Acquired on GE Logiq 7 @10-14MHz. Modality: breast sonogram.
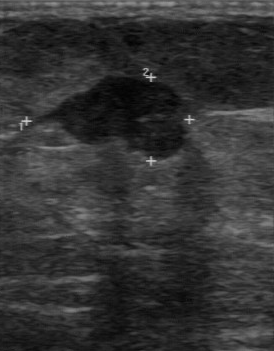
The original reader assigned BI-RADS 4. On a second, independent read, a finding with a partially regular margin and a somewhat unclear boundary is seen; it is hypoechoic. Calcifications: suspected. Biopsy showed invasive ductal carcinoma, a malignant finding.